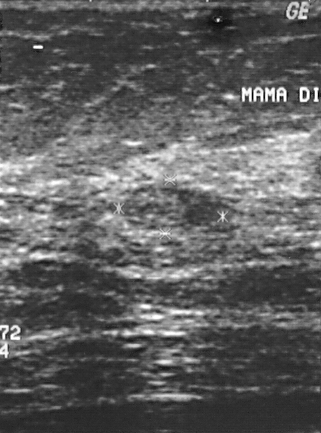
Breast sonogram.
Pixel coordinates (x1, y1, x2, y2): The finding is located within the bounding box [121, 187, 216, 231]. The finding is benign on biopsy or follow-up.